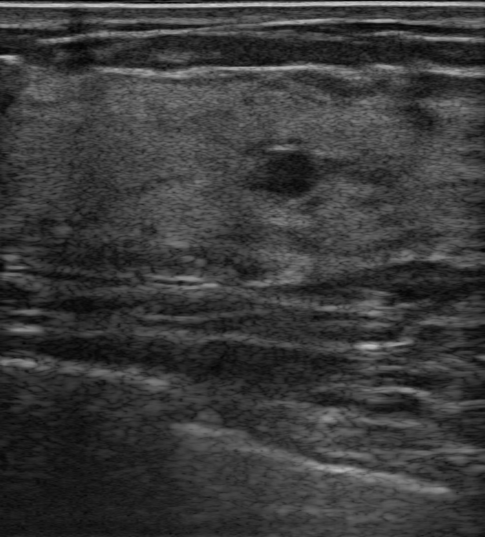
Age 43. Breast ultrasound.
Outcome on biopsy or follow-up: benign. (BI-RADS category 3.)